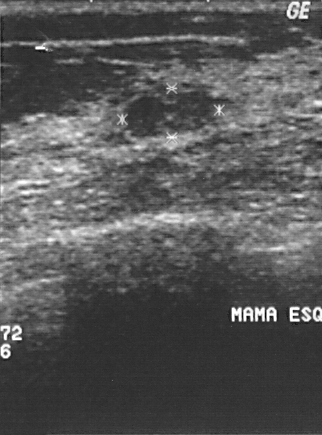
Imaging: breast ultrasound image.
A breast lesion is seen. BI-RADS category 2. Pathology confirmed benign fibroadenoma.